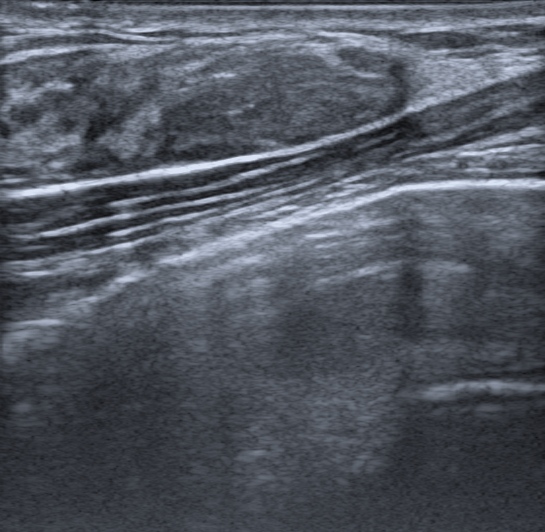
Background tissue composition: homogeneous: fibroglandular. Imaging: B-mode breast ultrasound.
Finding bounding box: [157, 45, 405, 165]. The finding is benign on biopsy or follow-up.